Imaging: breast US.
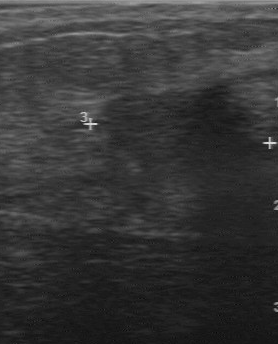
A mass is seen with calcifications: none, biopsy or follow-up result: malignant, BI-RADS on independent re-read: 3, fairly clear boundary, hypoechoic echo pattern.